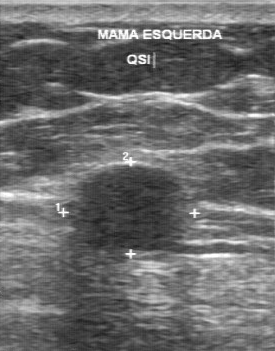
Imaging: breast ultrasound scan.
The breast lesion demonstrates BI-RADS: 2, biopsy or follow-up result: benign.